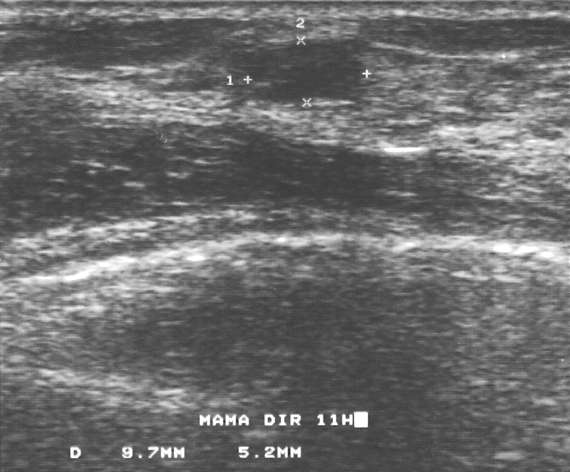
Modality: breast ultrasound.
This breast ultrasound shows a lesion, benign on biopsy or follow-up.